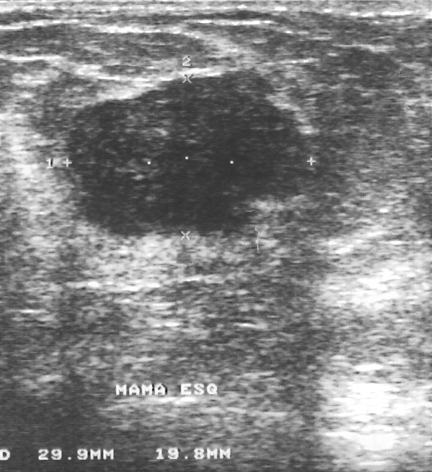
B-mode breast ultrasound.
A lesion is present on this B-mode breast ultrasound. It was assessed as BI-RADS 3. Histopathology: fibroadenoma (benign).